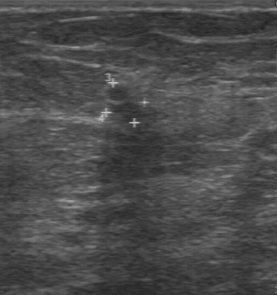
Modality: breast ultrasound.
The original reader assigned BI-RADS 3. Findings on the second read (an independent reader): a slightly hypoechoic breast lesion, margin partially regular, boundary somewhat unclear. Histopathology: invasive ductal carcinoma (malignant).